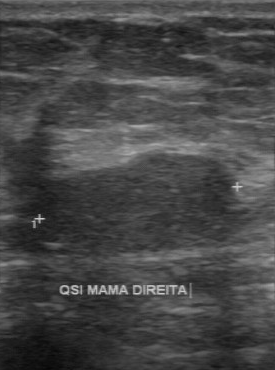
Modality: B-mode breast ultrasound. Acquired on GE Logiq 7 @10-14MHz.
The finding was categorized BI-RADS 3 in the original read. Findings on the second read (an independent reader): a hypoechoic finding, margin regular, boundary clear. Biopsy showed fibroadenoma, a benign finding.